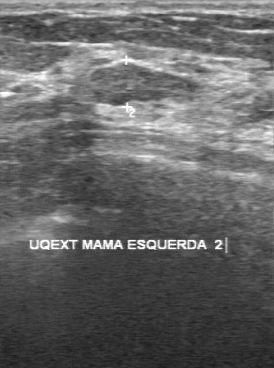
Scanner: GE Logiq 7 @10-14MHz. Imaging: breast US.
Original-read BI-RADS category: 3. A second reader, independent of the original assessment, describes a slightly hypoechoic mass with a regular margin; the boundary is clear. Pathology confirmed benign fibroadenoma.